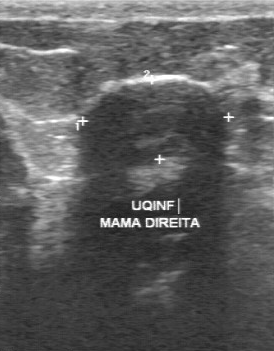
Breast sonogram.
This breast sonogram shows a finding, benign on biopsy or follow-up.